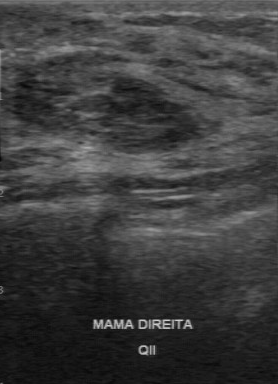
Scanner: GE Logiq 7 @10-14MHz. Modality: breast ultrasound.
This breast ultrasound shows a breast lesion with BI-RADS category: 4.